B-mode breast ultrasound. Acquired on GE Logiq 5 @10-12MHz.
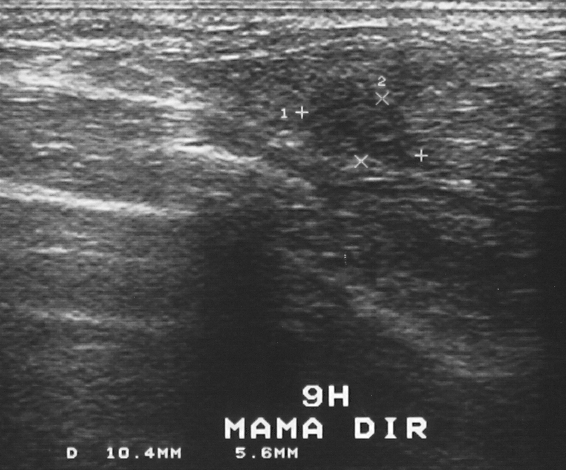
A mass is seen with histopathology: fibrocystic changes, outcome on biopsy or follow-up: benign, BI-RADS assessment: 4.